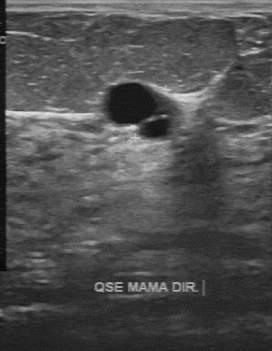
Modality: breast ultrasound image. Acquired on GE Logiq 7 @10-14MHz.
FINDINGS: Breast ultrasound image. Independent BI-RADS assessment: 3. Echogenicity: anechoic. Confirmed outcome (biopsy or follow-up): benign.